Scanner: Toshiba Aplio 300 @12-14 MHz. Modality: breast sonogram.
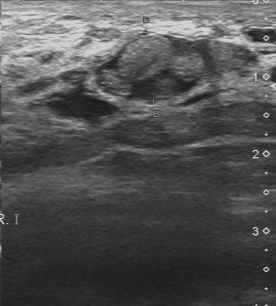
FINDINGS: Second-reader BI-RADS: 4A. Margin: partially regular. Lesion boundary: fairly clear.